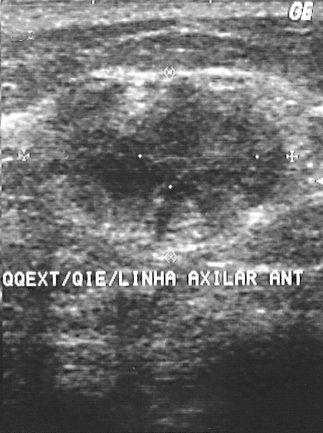
Modality: B-mode breast ultrasound.
FINDINGS: Outcome on biopsy or follow-up: malignant. BI-RADS assessment: 4. Pathology: invasive ductal carcinoma.
OUTCOME ON BIOPSY OR FOLLOW-UP: malignant.